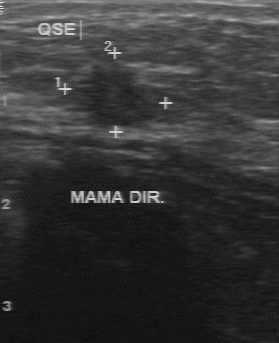
Scanner: GE Logiq 7 @10-14MHz. Breast ultrasound.
Coordinates are pixels in the 279x343 image. The finding occupies approximately (61, 61) to (167, 129).